Modality: breast US. Background tissue composition: heterogeneous: predominantly fibroglandular.
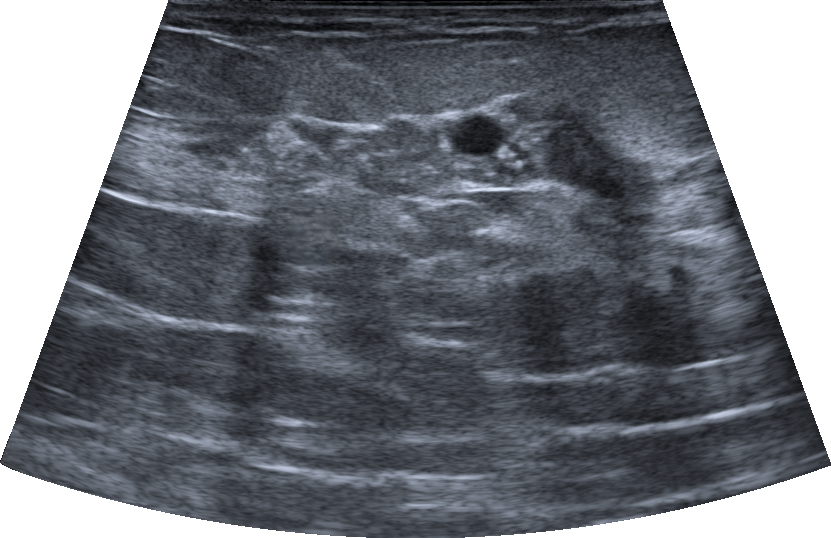
There is an irregular finding that is heterogeneous, with non-circumscribed (indistinct) margins. There is posterior acoustic shadowing. Echogenic halo: absent. Calcifications: in a mass. BI-RADS assessment: 4C; biopsy or follow-up result: malignant. Biopsy confirmed mucinous carcinoma.